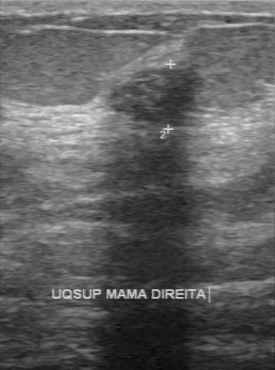
B-mode breast ultrasound. Acquired on GE Logiq 7 @10-14MHz.
Pixel coordinates (x1, y1, x2, y2): Lesion region of interest: 109 68 200 121. The mass is benign on biopsy or follow-up.